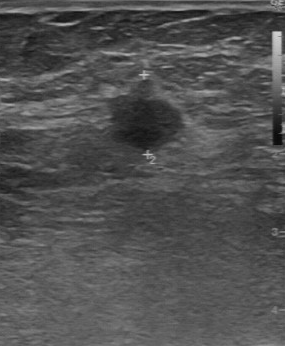
B-mode breast ultrasound.
Outcome on biopsy or follow-up: malignant. No calcifications are seen. The second-reader BI-RADS is 4B.